Breast ultrasound scan.
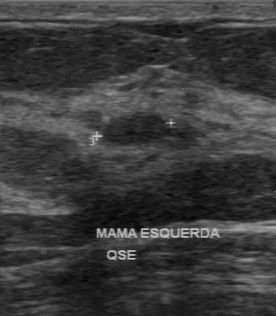
This breast ultrasound scan shows a breast lesion, benign on biopsy or follow-up. (BI-RADS category 2.)